Scanner: GE Logiq 5 @10-12MHz. Breast ultrasound image.
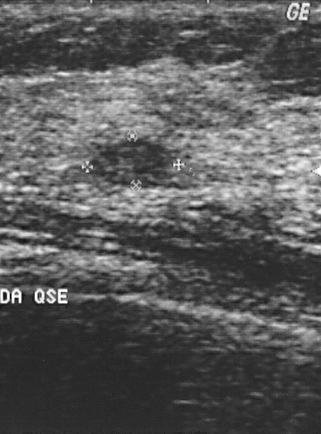
The lesion is assessed as BI-RADS 2. Pathology confirmed fibroadenoma. Biopsy or follow-up result: benign.